Scanner: GE Logiq 7 @10-14MHz. Modality: breast ultrasound scan.
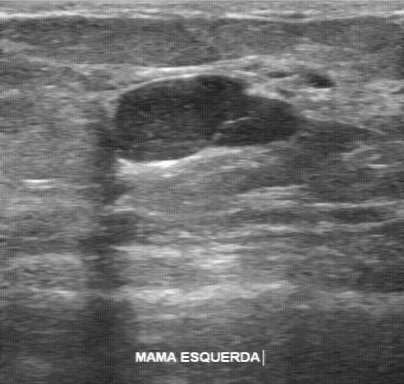
- biopsy result: cyst
- BI-RADS category: 3